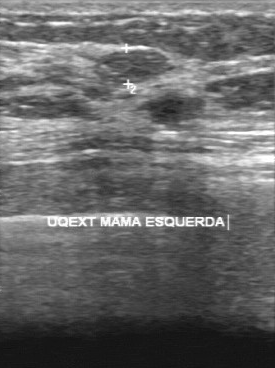
Modality: breast US.
This breast US shows a lesion with BI-RADS: 3.